Imaging: breast ultrasound scan.
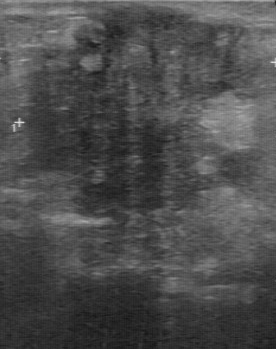
The lesion is malignant on biopsy or follow-up. BI-RADS 4.